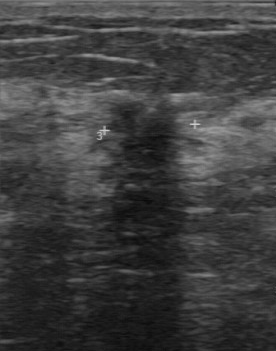
Breast ultrasound. Acquired on GE Logiq 7 @10-14MHz.
Biopsy or follow-up result: malignant.